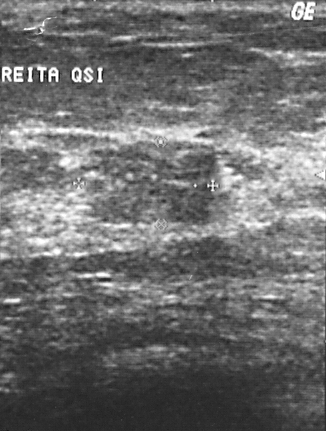
Imaging: breast ultrasound scan.
A lesion is present on this breast ultrasound scan. BI-RADS category 4. Biopsy showed invasive ductal carcinoma, a malignant finding.